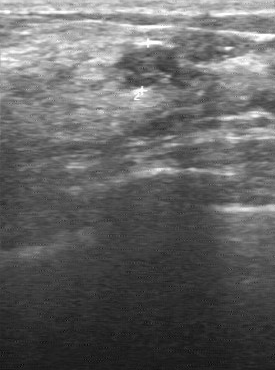
Imaging: B-mode breast ultrasound.
Finding: mass, benign on biopsy or follow-up. (BI-RADS category 3.)